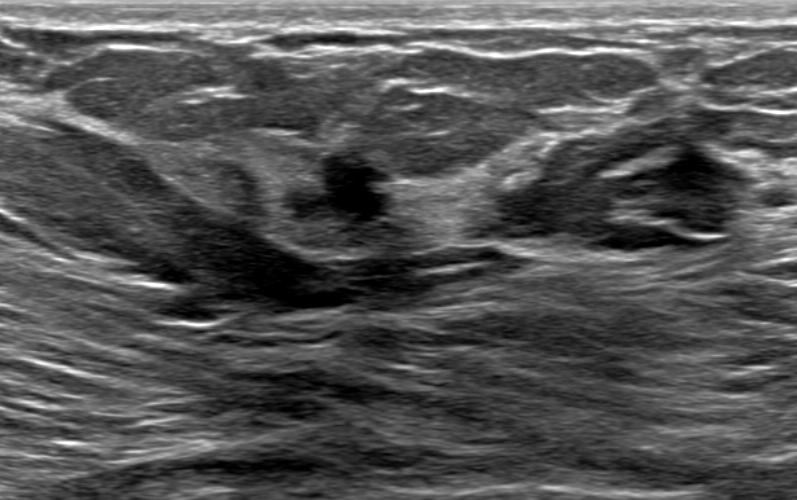
Modality: breast sonogram. Background echotexture is heterogeneous: predominantly fibroglandular.
Assigned BI-RADS 4B. The breast lesion appears irregular. The breast lesion has angular margins. Echogenicity: anechoic. There are no posterior acoustic features. No echogenic halo is seen. No calcifications are seen. There is no skin thickening.